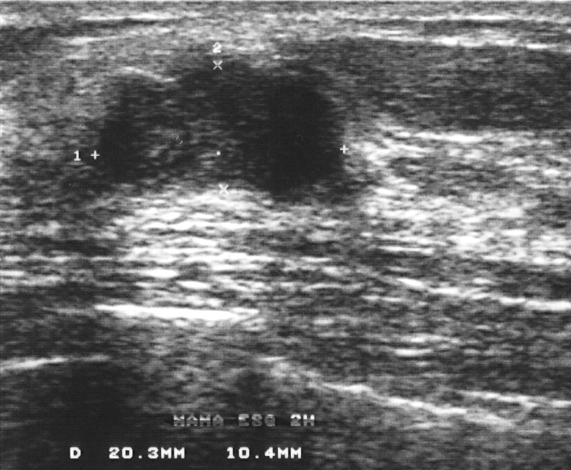
Imaging: breast ultrasound.
Biopsy or follow-up result: benign.
The breast lesion is assessed as BI-RADS 4.
Biopsy showed fibroadenoma.